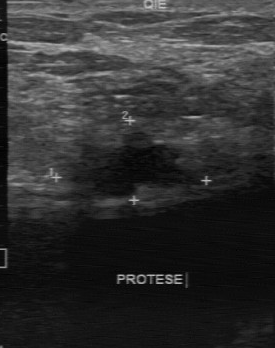
Modality: breast ultrasound.
The mass was assessed as BI-RADS 4 by the original reader. Findings on the second read (an independent reader): a hypoechoic mass, margin irregular, boundary unclear. Biopsy showed fibroadenoma, a benign finding.